Breast sonogram.
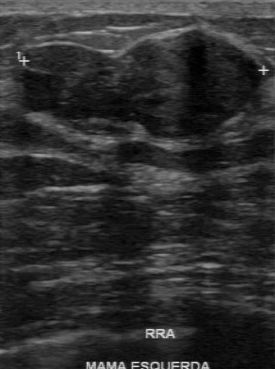
The mass was categorized BI-RADS 3 in the original read. Findings on the second read (an independent reader): a hypoechoic mass, margin regular, boundary clear. Calcifications: none. The biopsy result was fibroadenoma; the mass is benign.